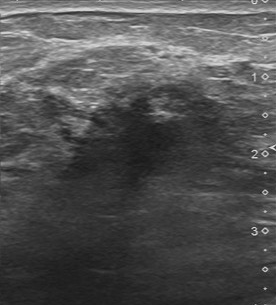
Breast US.
(coordinates in a 276x305 pixel frame) The lesion is located within the bounding box [55, 92, 190, 190].